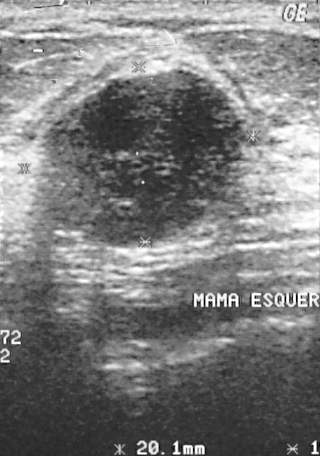
Modality: breast ultrasound image.
The biopsy result is fibroadenoma. BI-RADS category: 2.